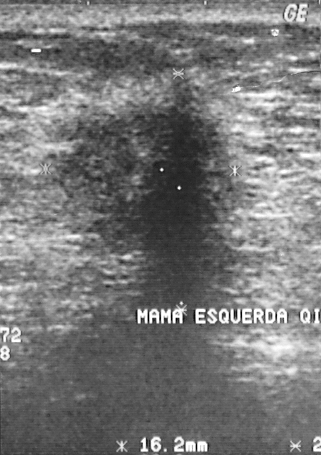
Acquired on GE Logiq 5 @10-12MHz. Breast ultrasound scan.
Lesion region of interest: [46, 71, 234, 256]. BI-RADS 5.